Imaging: breast US.
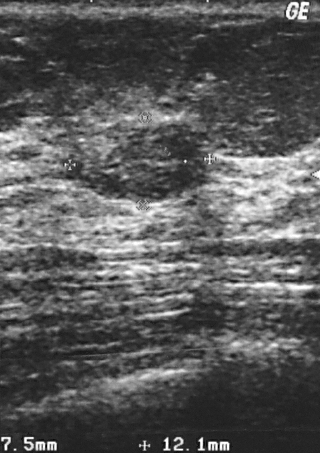
The finding demonstrates BI-RADS: 3, outcome on biopsy or follow-up: benign.